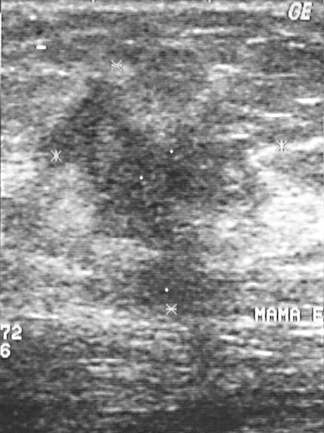
Modality: B-mode breast ultrasound. Scanner: GE Logiq 5 @10-12MHz.
The finding is located within the bounding box x1=32, y1=73, x2=262, y2=318. BI-RADS 5.